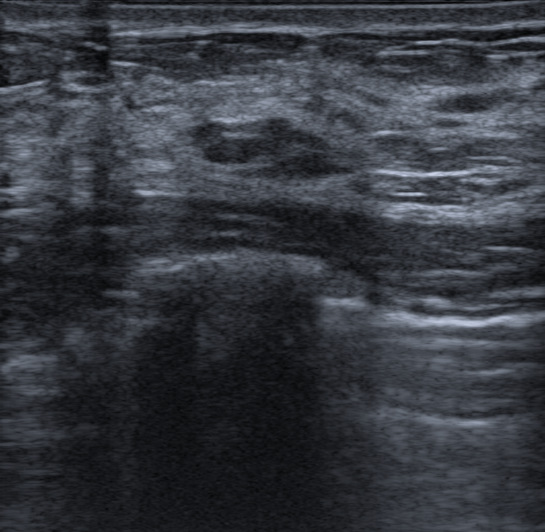
Modality: breast sonogram. Patient age: 37.
Biopsy or follow-up result: benign. BI-RADS 3.